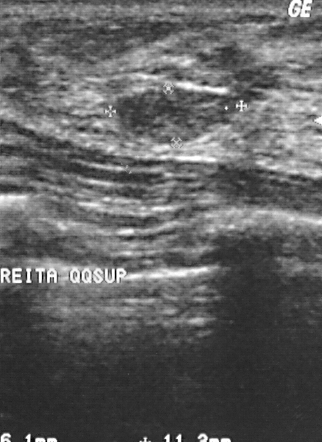
Breast sonogram.
The finding is located within the bounding box x1=116, y1=88, x2=235, y2=140.